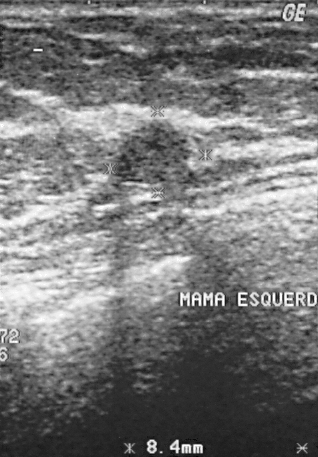
Scanner: GE Logiq 5 @10-12MHz. Modality: breast ultrasound.
This breast ultrasound shows a finding. Assessment: BI-RADS 2. Biopsy showed fibroadenoma, a benign finding.